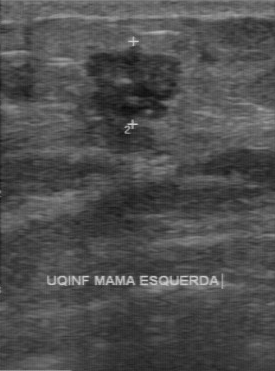
Breast ultrasound. Acquired on GE Logiq 7 @10-14MHz.
The mass demonstrates BI-RADS assessment: 5, pathology: invasive ductal carcinoma.